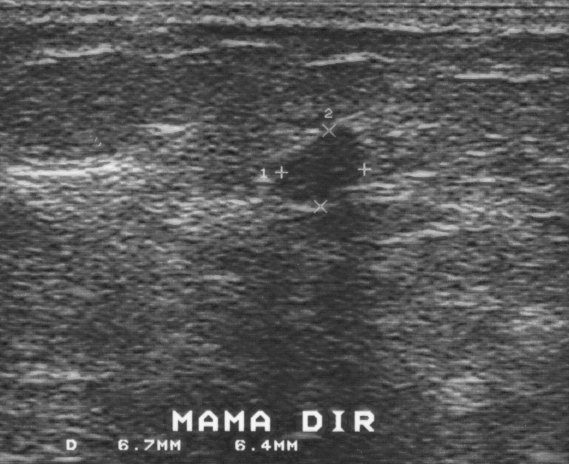
Modality: breast ultrasound scan.
Pathology: fibroadenoma. BI-RADS assessment: 3.
OUTCOME ON BIOPSY OR FOLLOW-UP: benign.